Breast ultrasound scan.
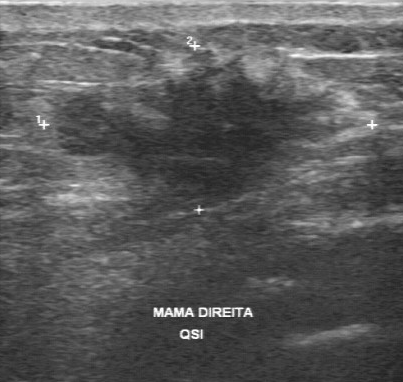
Independent BI-RADS assessment is 4C. The BI-RADS (first reader) is 5. Biopsy or follow-up result is malignant.